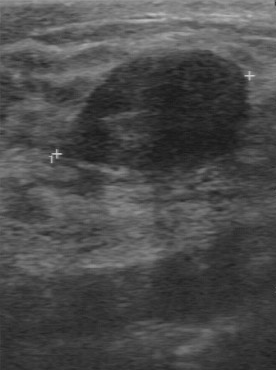
Scanner: GE Logiq 7 @10-14MHz. B-mode breast ultrasound.
The lesion was categorized BI-RADS 3 in the original read.
The following findings are from a second reader, independent of the original assessment.
Its boundary is clear.
Calcifications: none.
Internally the lesion is hypoechoic.
The lesion has a regular margin.
The biopsy result was fibroadenoma; the lesion is benign.